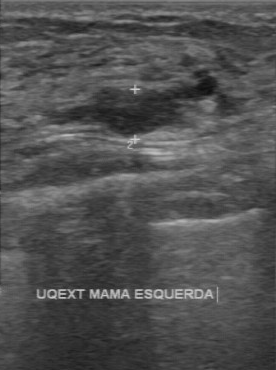
B-mode breast ultrasound.
BI-RADS: 4.